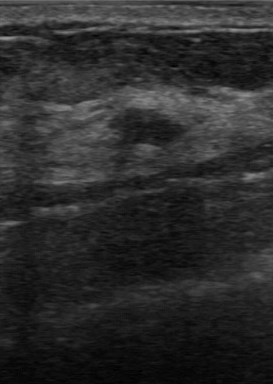
Imaging: B-mode breast ultrasound.
Pixel coordinates (x1, y1, x2, y2): Lesion region of interest: (108, 108) to (182, 144). BI-RADS 3.